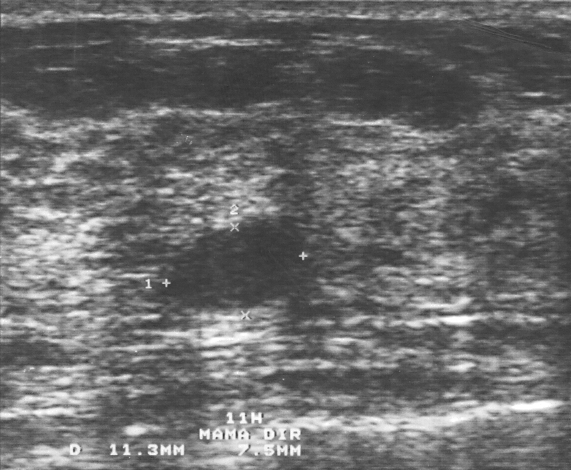
Breast US.
The biopsy or follow-up result is benign. Pathology is fibroadenoma. BI-RADS assessment is 3.